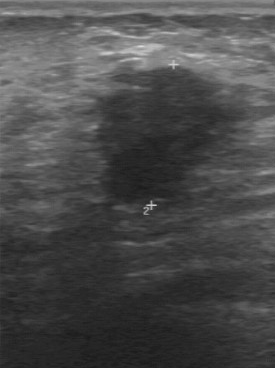
Imaging: breast ultrasound image.
Original-read BI-RADS category: 4. A second reader, independent of the original assessment, describes a hypoechoic finding with an irregular margin; the boundary is unclear. No calcifications are seen. The biopsy result was invasive ductal carcinoma; the finding is malignant.